Imaging: breast ultrasound scan.
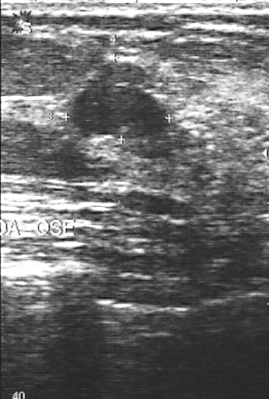
Outcome on biopsy or follow-up: benign. BI-RADS 3.